Imaging: breast ultrasound scan.
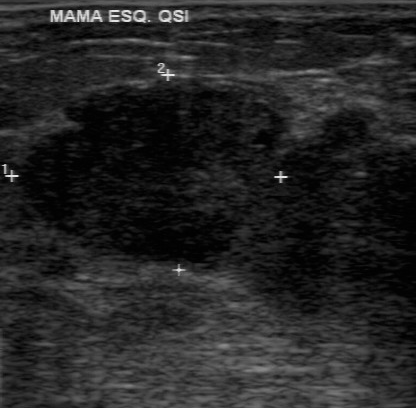
Finding: mass, malignant on biopsy or follow-up.